Modality: breast US. Scanner: Toshiba Aplio 300 @12-14 MHz.
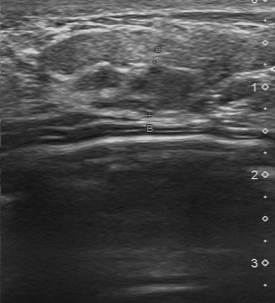
A breast lesion is seen with confirmed outcome (biopsy or follow-up): malignant, somewhat unclear lesion boundary, slightly hypoechoic echo pattern, calcifications: absent, partially regular contour.